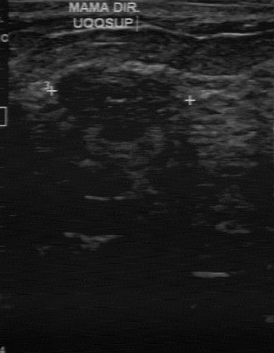
Imaging: breast US. Acquired on GE Logiq 7 @10-14MHz.
Pixel coordinates (x1, y1, x2, y2): The finding occupies approximately top-left (57, 67), bottom-right (185, 128).